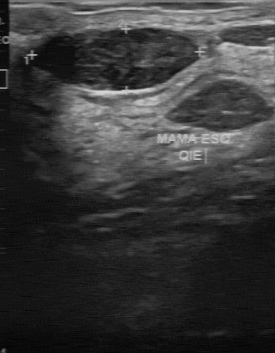
Imaging: breast ultrasound image.
The mass was assessed as BI-RADS 2 by the original reader. A second reader, independent of the original assessment, describes a hypoechoic mass with a regular margin; the boundary is clear. Histopathology: fibroadenoma (benign).